Acquired on GE Logiq 7 @10-14MHz. Breast sonogram.
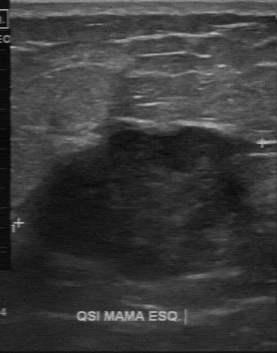
Coordinates are pixels in the 277x353 image. Segment the breast lesion: bounding box top-left (15, 123), bottom-right (262, 281). The breast lesion is malignant on biopsy or follow-up.